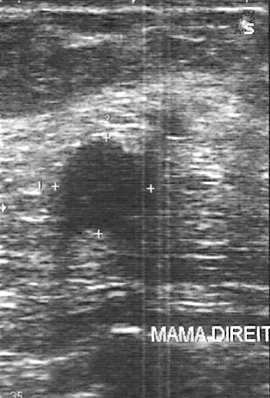
Acquired on GE Logiq 5 @10-12MHz. Imaging: breast US.
Biopsy or follow-up result: benign. (BI-RADS category 4.)